Scanner: GE Logiq 7 @10-14MHz. Modality: B-mode breast ultrasound.
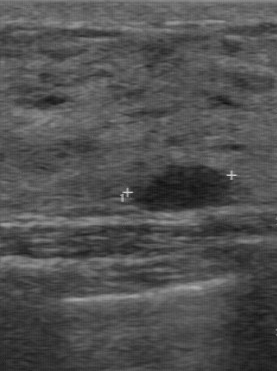
This B-mode breast ultrasound shows a finding with BI-RADS assessment: 3, histopathology: fibroadenoma.